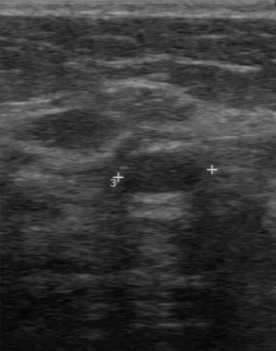
Scanner: GE Logiq 7 @10-14MHz. Breast ultrasound scan.
Finding: mass, benign on biopsy or follow-up. BI-RADS 3.